Acquired on GE Logiq 7 @10-14MHz. Breast ultrasound image.
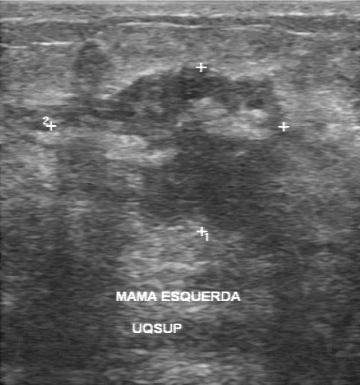
FINDINGS: BI-RADS assessment: 5. Biopsy result: invasive ductal carcinoma.
OUTCOME ON BIOPSY OR FOLLOW-UP: malignant.